Modality: breast ultrasound image.
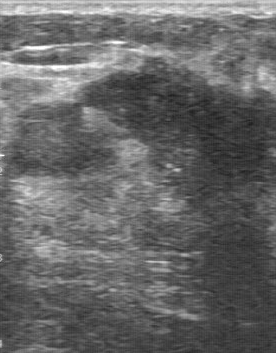
Lesion characteristics:
- boundary: unclear
- confirmed outcome (biopsy or follow-up): malignant
- BI-RADS on independent re-read: 4B